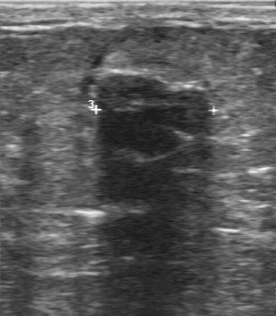
Modality: B-mode breast ultrasound. Acquired on GE Logiq 7 @10-14MHz.
BI-RADS category: 2. The confirmed outcome (biopsy or follow-up) is benign.